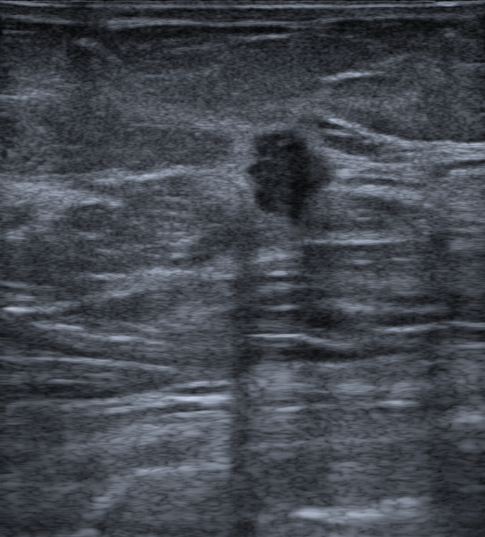
Imaging: breast ultrasound.
Finding: breast lesion, malignant on biopsy or follow-up.